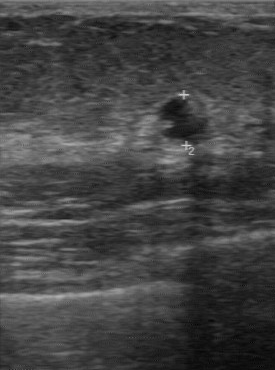
Imaging: breast ultrasound.
The finding was assessed as BI-RADS 4 by the original reader. A second reader, independent of the original assessment, describes a hypoechoic finding with a partially regular margin; the boundary is clear. The biopsy result was fibroadenoma; the finding is benign.